Scanner: GE Logiq 5 @10-12MHz. Imaging: breast US.
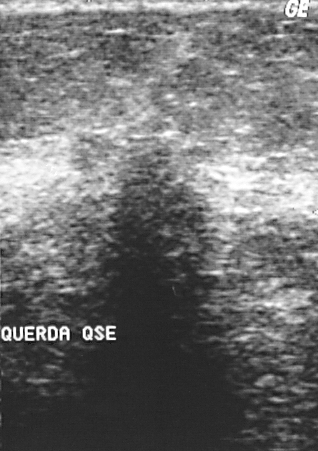
This breast US shows a finding. BI-RADS category 4. Biopsy showed invasive ductal carcinoma, a malignant finding.